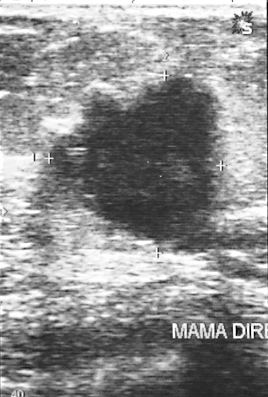
Imaging: breast sonogram.
Assigned BI-RADS 4. The biopsy result was invasive ductal carcinoma; the lesion is malignant. The lesion is malignant on biopsy or follow-up.